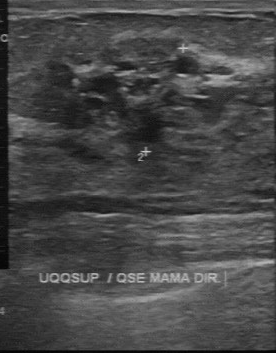
Modality: breast US.
BI-RADS 3 in the original read; on a second read the margin is irregular, the boundary unclear and the lesion heterogeneous. Calcification is suspected. The biopsy result was hyperplasia; the lesion is benign.